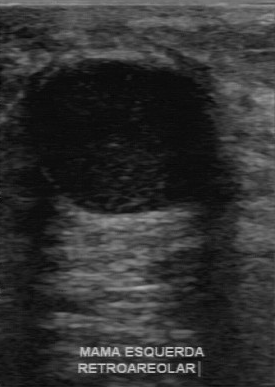
Breast ultrasound scan.
Outcome on biopsy or follow-up: benign. BI-RADS: 3. Pathology: cyst.
OUTCOME ON BIOPSY OR FOLLOW-UP: benign.